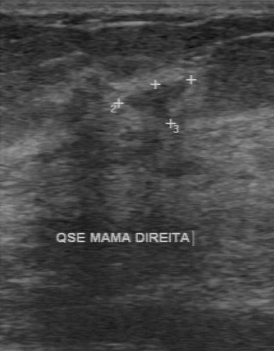
Imaging: breast sonogram.
BI-RADS 4 in the original read; on a second read the margin is partially regular, the boundary somewhat unclear and the breast lesion slightly hypoechoic. No calcifications are seen. The biopsy result was hyperplasia; the breast lesion is benign.